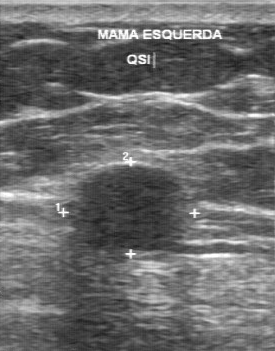
Breast US. Acquired on GE Logiq 7 @10-14MHz.
BI-RADS 2 in the original read; on a second read the margin is regular, the boundary fairly clear and the lesion hypoechoic. Biopsy showed cyst, a benign finding.